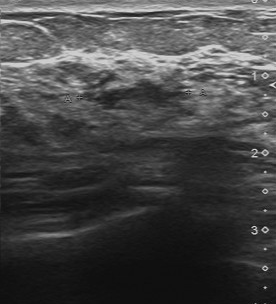
Scanner: Toshiba Aplio 300 @12-14 MHz. Imaging: breast ultrasound.
- confirmed outcome (biopsy or follow-up): benign
- biopsy result: hyperplasia
- BI-RADS assessment: 4